Acquired on GE Logiq 5 @10-12MHz. Breast sonogram.
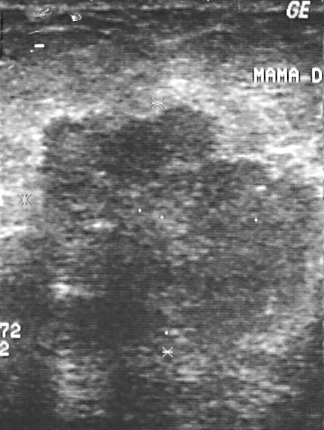
The breast lesion is malignant on biopsy or follow-up.
Pathology confirmed invasive ductal carcinoma.
BI-RADS category 5.